Acquired on GE Logiq 5 @10-12MHz. Modality: breast ultrasound image.
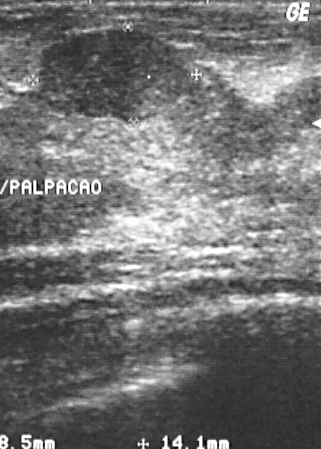
A mass is seen with BI-RADS: 2, confirmed outcome (biopsy or follow-up): benign.